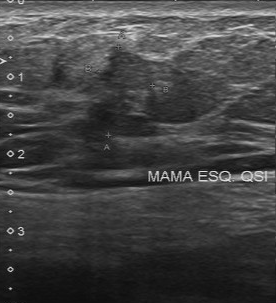
Acquired on Toshiba Aplio 300 @12-14 MHz. Imaging: breast ultrasound.
Original-read BI-RADS category: 5. Descriptors from an independent second read (not the reader who assigned the category): Margin: partially regular. The finding is slightly hypoechoic. Calcifications: none. Its boundary is somewhat unclear. The biopsy result was invasive ductal carcinoma; the finding is malignant.